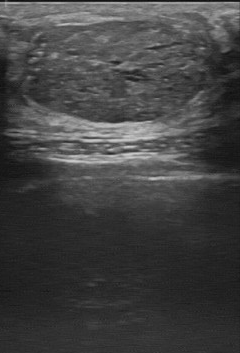
B-mode breast ultrasound.
(coordinates in a 240x353 pixel frame) Lesion region of interest: [20, 18, 211, 123]. BI-RADS 4.